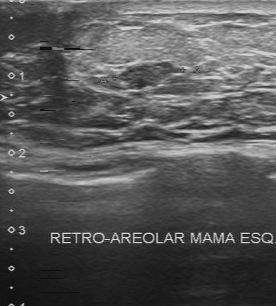
Modality: breast ultrasound. Scanner: Toshiba Aplio 300 @12-14 MHz.
Original-read BI-RADS category: 3. A second, independent read describes the breast lesion as follows. The lesion boundary is fairly clear. There are no calcifications. The margin is partially regular. The breast lesion is slightly hypoechoic. Histopathology: fibroadenoma (benign).